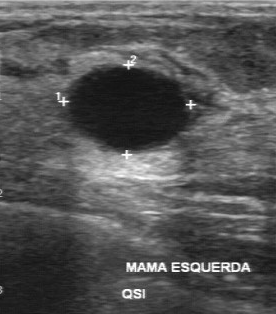
Imaging: breast US.
The finding demonstrates BI-RADS: 2, histopathology: cyst.